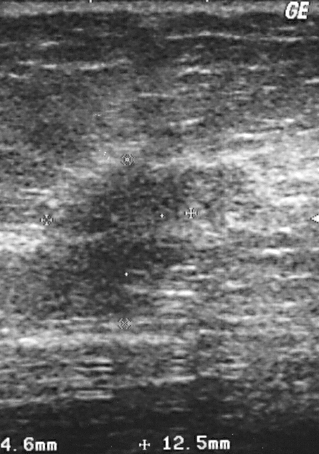
Breast sonogram.
Coordinates are pixels in the 319x454 image. The lesion occupies approximately x1=45, y1=164, x2=192, y2=319. The lesion is malignant on biopsy or follow-up. BI-RADS 4.